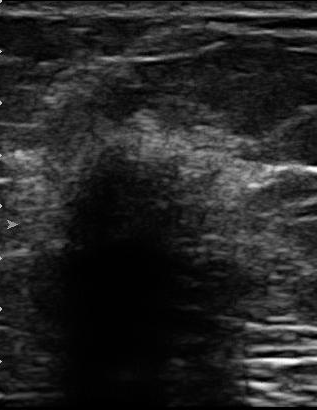
Modality: B-mode breast ultrasound.
The breast lesion demonstrates hypoechoic echo pattern, second-reader BI-RADS: 4C.